Modality: breast ultrasound scan. Acquired on GE Logiq 7 @10-14MHz.
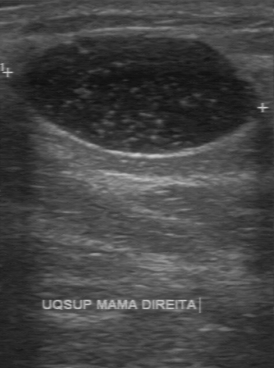
The breast lesion was categorized BI-RADS 2 in the original read. On a second, independent read, a breast lesion with a regular margin and a clear boundary is seen; it is hypoechoic. Biopsy showed cyst, a benign finding.